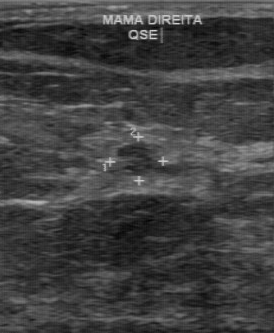
Scanner: GE Logiq 7 @10-14MHz. Modality: breast sonogram.
Breast sonogram findings:
- echo pattern: slightly hypoechoic
- boundary: somewhat unclear
- calcifications: none
- contour: partially regular